80-year-old patient. Imaging: breast ultrasound.
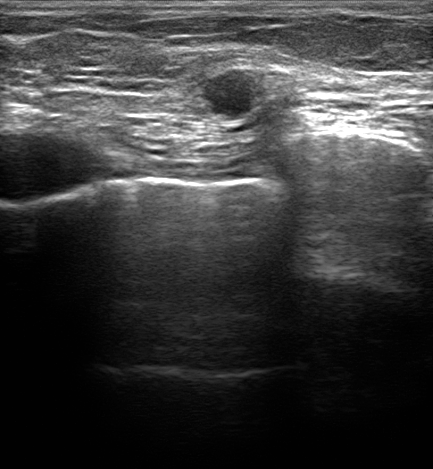
FINDINGS: Borders: not circumscribed - indistinct. Echogenic halo: none. Calcifications: none. BI-RADS: 4C. Outcome on biopsy or follow-up: malignant. Radiologist impression: Suspicion of malignancy; Fibroadenoma; Intraductal papilloma. Echo pattern: hypoechoic. Skin thickening: none. Verification: confirmed by biopsy. Lesion shape: irregular.
OUTCOME ON BIOPSY OR FOLLOW-UP: malignant.